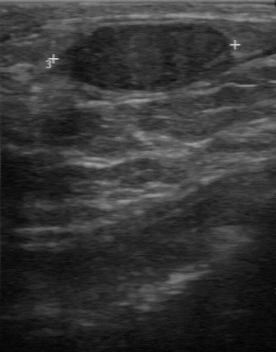
Acquired on GE Logiq 7 @10-14MHz. Modality: breast US.
Segment the breast lesion: bounding box [67, 23, 234, 94]. BI-RADS 2.